Modality: breast sonogram.
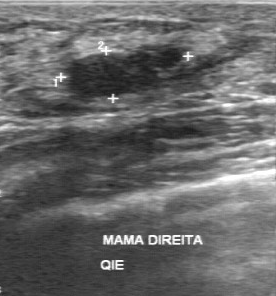
A breast lesion is seen with BI-RADS category: 3.